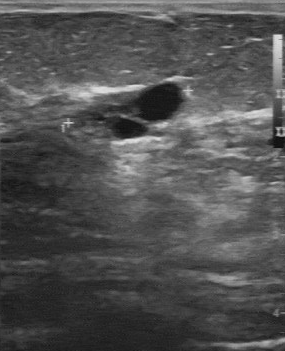
Breast ultrasound. Scanner: GE Logiq 7 @10-14MHz.
The lesion was assessed as BI-RADS 2 by the original reader. A second reader, independent of the original assessment, describes an anechoic lesion with a partially regular margin; the boundary is fairly clear. There are no calcifications. Histopathology: sclerosing adenosis (benign).